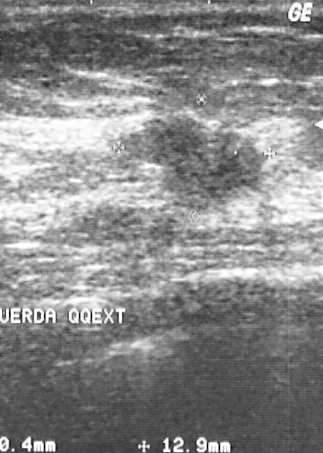
Imaging: breast ultrasound.
Pixel coordinates (x1, y1, x2, y2): Lesion region of interest: top-left (108, 113), bottom-right (271, 213). The lesion is malignant on biopsy or follow-up.